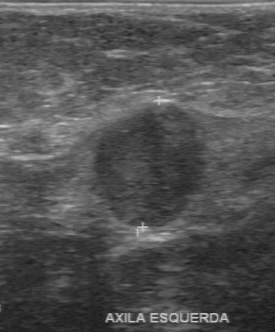
Breast sonogram. Acquired on GE Logiq 7 @10-14MHz.
BI-RADS: 4. Biopsy result is invasive ductal carcinoma.